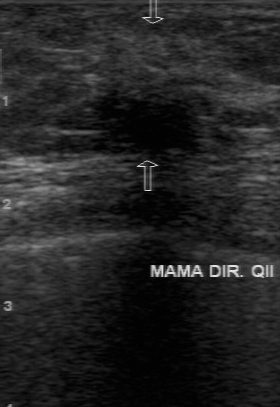
Imaging: breast sonogram.
FINDINGS: Breast sonogram. Outcome on biopsy or follow-up: malignant. BI-RADS category: 4.
OUTCOME ON BIOPSY OR FOLLOW-UP: malignant.